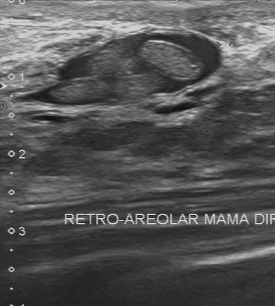
Breast US. Scanner: Toshiba Aplio 300 @12-14 MHz.
This breast US shows a lesion with outcome on biopsy or follow-up: benign, BI-RADS: 4.